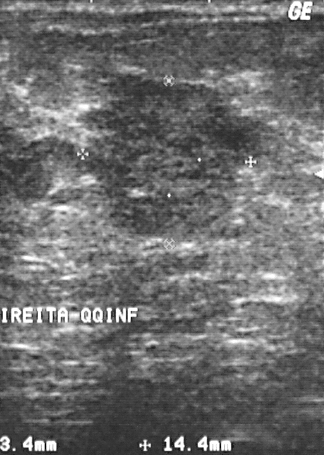
Breast ultrasound.
A mass is present on this breast ultrasound. It was assessed as BI-RADS 4. Histopathology: invasive ductal carcinoma (malignant).